Modality: breast ultrasound image.
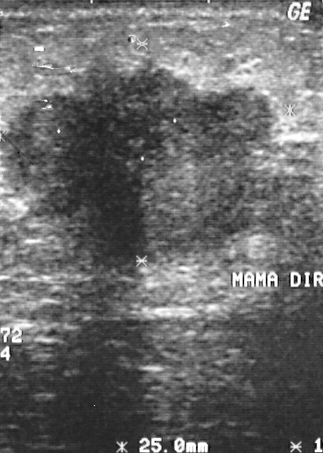
BI-RADS category 5. The biopsy result was invasive ductal carcinoma; the finding is malignant. This finding proved malignant on biopsy or follow-up.